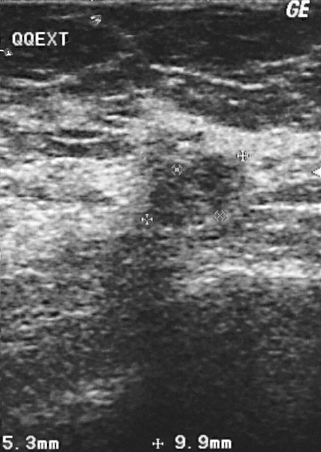
Imaging: breast ultrasound image.
A breast lesion is seen. Assessment: BI-RADS 2. Pathology confirmed benign lipoma.